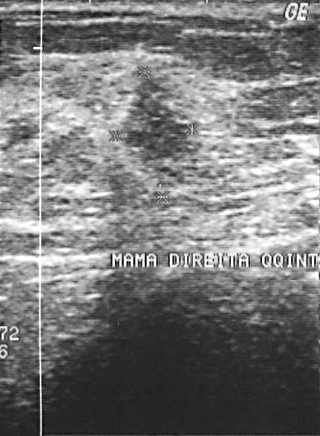
Imaging: breast ultrasound scan.
Lesion characteristics:
- BI-RADS category: 4
- biopsy or follow-up result: malignant
- biopsy result: invasive ductal carcinoma